Breast ultrasound.
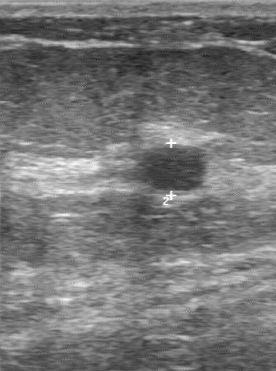
BI-RADS 3 in the original read; on a second read the margin is regular, the boundary clear and the finding hypoechoic. No calcifications are seen. Pathology confirmed benign fibroadenoma.